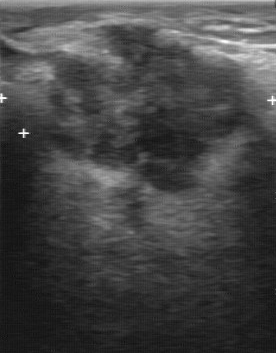
Modality: breast US.
BI-RADS 4 in the original read; on a second read the margin is irregular, the boundary unclear and the breast lesion hypoechoic. There are no calcifications. Histopathology: invasive ductal carcinoma (malignant).